Acquired on GE Logiq 7 @10-14MHz. Modality: B-mode breast ultrasound.
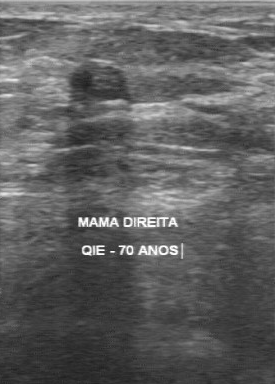
Lesion margin: regular. Lesion boundary is clear. Confirmed outcome (biopsy or follow-up): benign. Calcifications are absent. Echogenicity: hypoechoic.